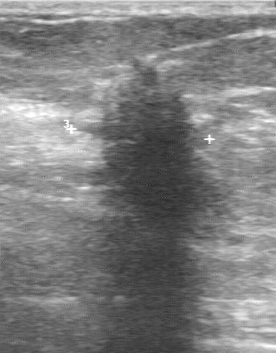
Modality: breast sonogram.
The original reader assigned BI-RADS 4. On a second read by an independent reader: The lesion has an irregular margin. Boundary: unclear. Echo pattern: hypoechoic. No calcifications are seen. Histopathology: invasive lobular carcinoma (malignant).